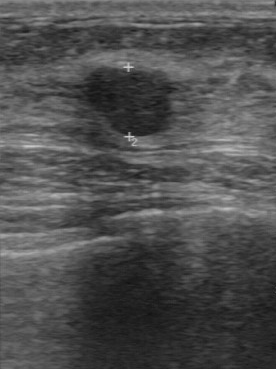
Imaging: breast US.
This breast US shows a breast lesion with BI-RADS category: 3, biopsy result: fibroadenoma, confirmed outcome (biopsy or follow-up): benign.